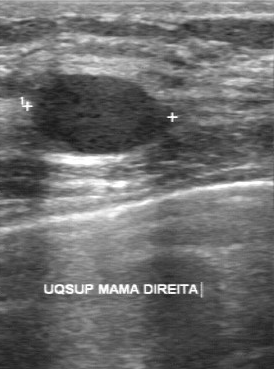
Imaging: breast ultrasound image. Scanner: GE Logiq 7 @10-14MHz.
Lesion characteristics:
- echo pattern: hypoechoic
- boundary: clear
- lesion margin: regular
- calcifications: absent